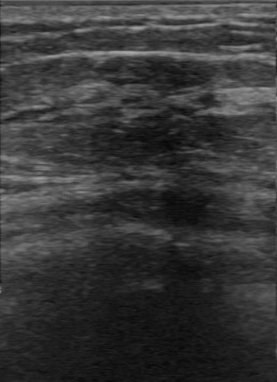
Imaging: breast ultrasound. Acquired on GE Logiq 7 @10-14MHz.
FINDINGS: Echo pattern: slightly hypoechoic. Biopsy result: fibroadenoma. Calcifications: absent. Lesion boundary: fairly clear. Outcome on biopsy or follow-up: benign. Lesion margin: regular.
OUTCOME ON BIOPSY OR FOLLOW-UP: benign.